Acquired on GE Logiq 7 @10-14MHz. Imaging: breast sonogram.
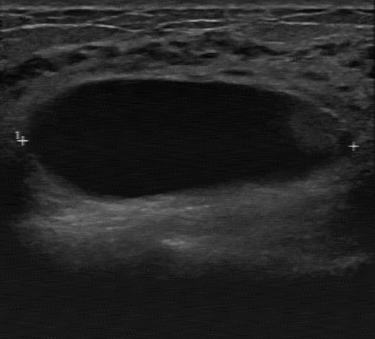
Calcifications: absent. Biopsy or follow-up result: benign. Boundary: clear. Internal echoes: hypoechoic. Lesion margin: regular.